Imaging: breast ultrasound. Acquired on GE Logiq 7 @10-14MHz.
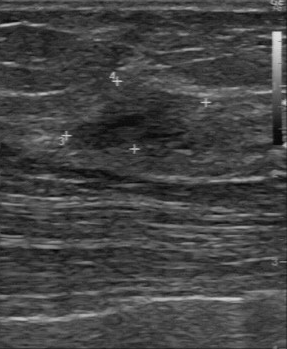
- lesion margin: partially regular
- second-reader BI-RADS: 3